Imaging: B-mode breast ultrasound.
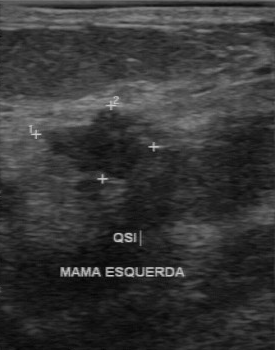
Finding: mass, benign on biopsy or follow-up.